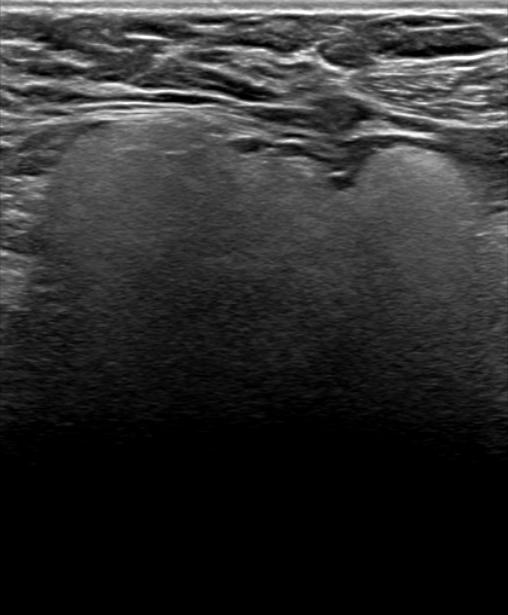
Breast sonogram. Background echotexture is homogeneous: fibroglandular. 43-year-old patient.
Lesion: benign on biopsy or follow-up. BI-RADS 2.